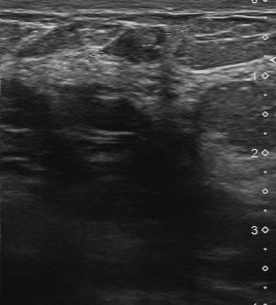
Modality: breast ultrasound image.
Biopsy or follow-up result: benign.